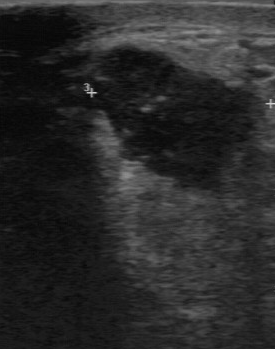
Imaging: breast ultrasound scan. Scanner: GE Logiq 7 @10-14MHz.
BI-RADS 5 in the original read. Descriptors from an independent second read (not the reader who assigned the category): The breast lesion has a partially regular margin. Boundary: somewhat unclear. Internally the breast lesion is hypoechoic. Calcification is suspected. The biopsy result was invasive ductal carcinoma; the breast lesion is malignant.